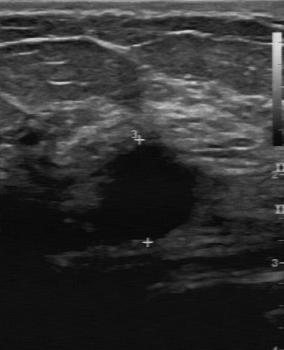
Acquired on GE Logiq 7 @10-14MHz. Breast ultrasound.
FINDINGS: Breast ultrasound. Pathology: invasive ductal carcinoma. BI-RADS: 5.
OUTCOME ON BIOPSY OR FOLLOW-UP: malignant.